Breast ultrasound.
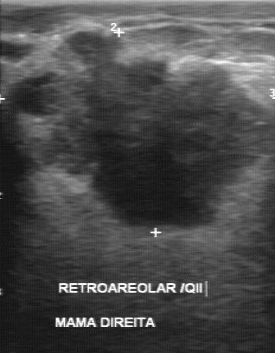
Confirmed outcome (biopsy or follow-up) is malignant. BI-RADS category is 4.